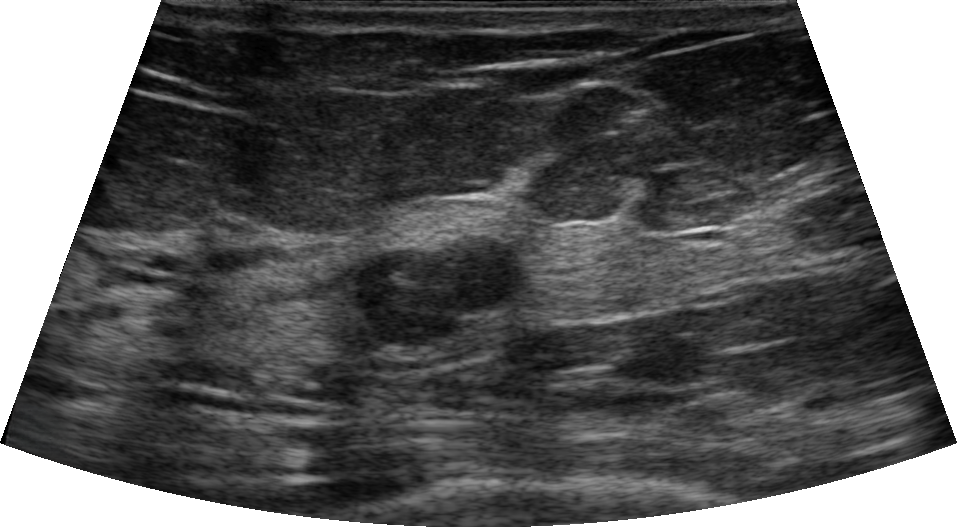
Breast US.
The finding is oval and hypoechoic; its margin is circumscribed. There are no posterior features. BI-RADS assessment: 4A; biopsy or follow-up result: benign. Biopsy result: Fibroadenoma.